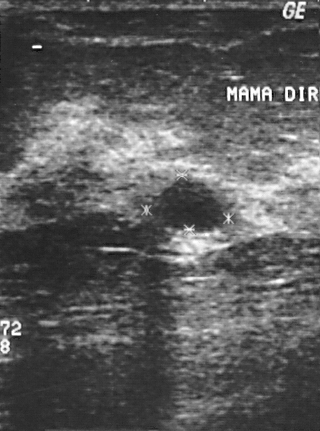
Imaging: B-mode breast ultrasound.
A finding is present on this B-mode breast ultrasound. It was assessed as BI-RADS 2. Biopsy showed cyst, a benign finding.